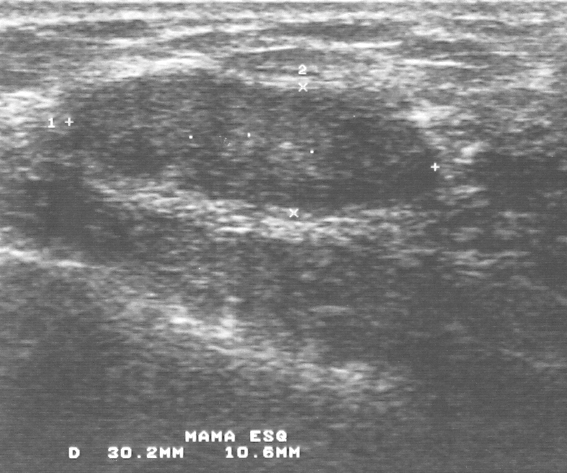
B-mode breast ultrasound.
Outcome on biopsy or follow-up: benign. Biopsy showed fibroadenoma. The finding is assessed as BI-RADS 3.